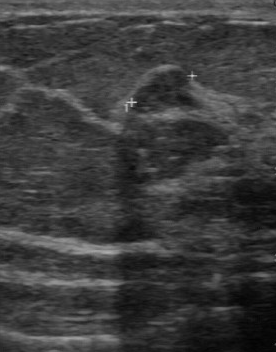
Modality: B-mode breast ultrasound.
The lesion boundary is clear. Lesion margin is irregular. Internal echoes are hypoechoic. No calcifications are seen.